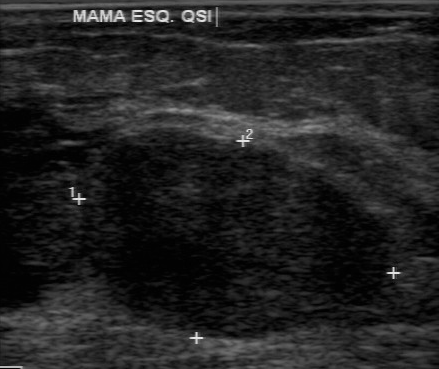
Breast ultrasound.
BI-RADS 4 in the original read. On a second, independent read, a lesion with a regular margin and a fairly clear boundary is seen; it is hypoechoic. Histopathology: phyllodes tumor (malignant).